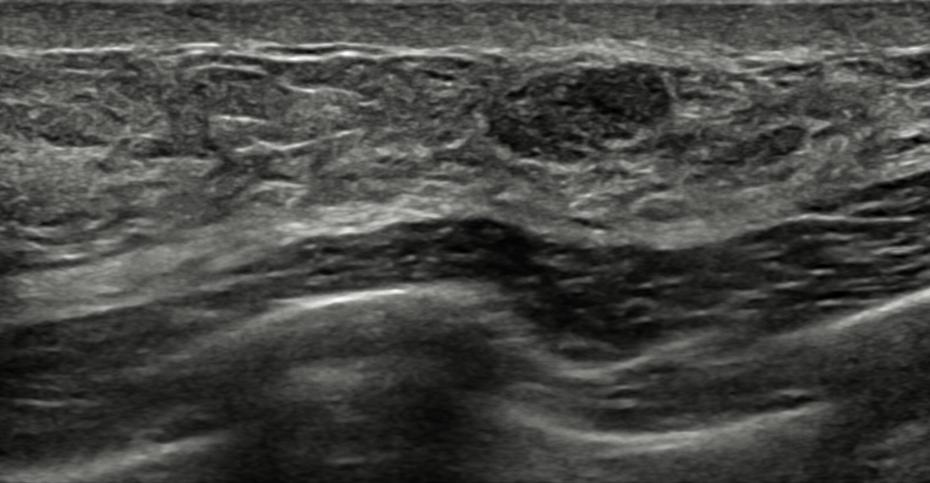
Patient age: 43. Modality: breast ultrasound.
Outcome on biopsy or follow-up: benign.